Breast ultrasound image. Patient age: 57.
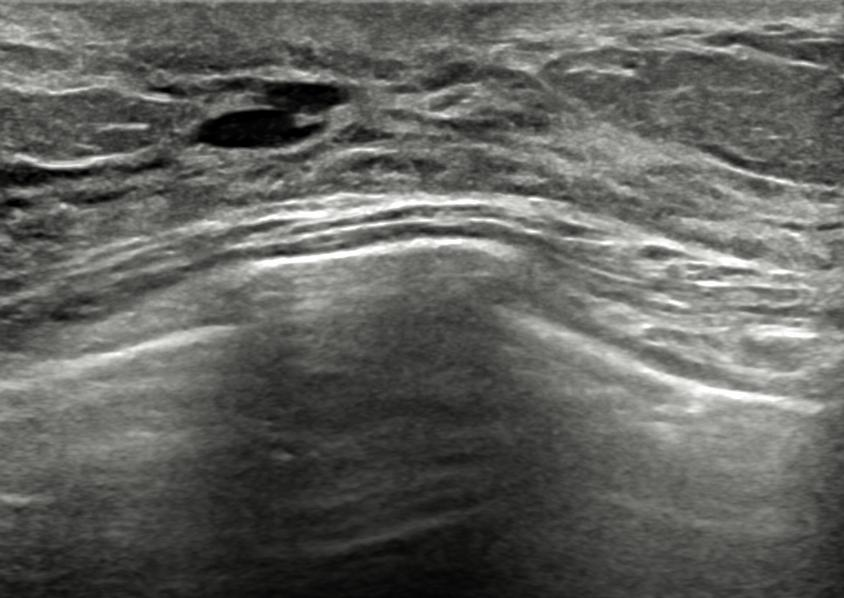
This breast ultrasound image shows a mass, benign on biopsy or follow-up. (BI-RADS category 2.)